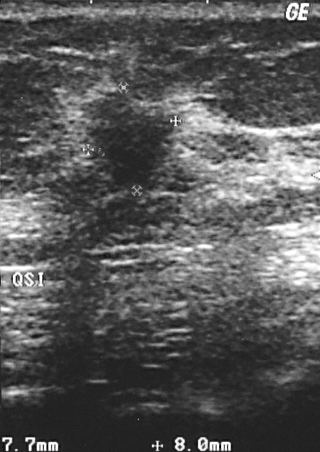
Imaging: breast US.
Coordinates are pixels in the 320x452 image. The finding occupies approximately x1=82, y1=90, x2=178, y2=194.